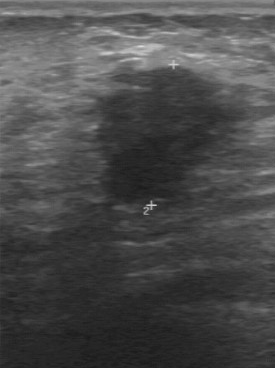
Modality: breast ultrasound scan.
FINDINGS: Lesion boundary: unclear. BI-RADS (first reader): 4. Confirmed outcome (biopsy or follow-up): malignant. BI-RADS on independent re-read: 4B.
OUTCOME ON BIOPSY OR FOLLOW-UP: malignant.